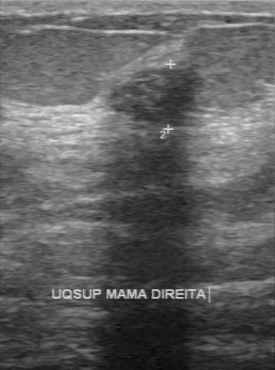
Modality: breast ultrasound scan. Acquired on GE Logiq 7 @10-14MHz.
The breast lesion was assessed as BI-RADS 3 by the original reader. On a second, independent read, a breast lesion with a regular margin and a clear boundary is seen; it is hypoechoic. There are no calcifications. Pathology confirmed benign fibroadenoma.